Breast US.
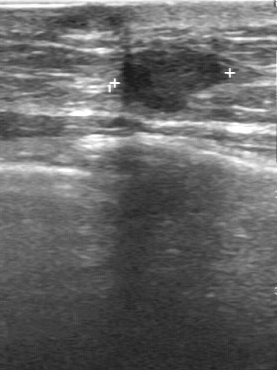
BI-RADS 5 in the original read. On a second read by an independent reader: The lesion has a partially regular margin. Boundary: somewhat unclear. Internally the lesion is hypoechoic. Calcifications: none. Biopsy showed invasive ductal carcinoma, a malignant finding.